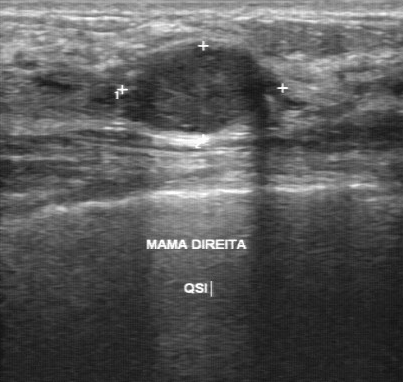
B-mode breast ultrasound.
This B-mode breast ultrasound shows a finding, benign on biopsy or follow-up.